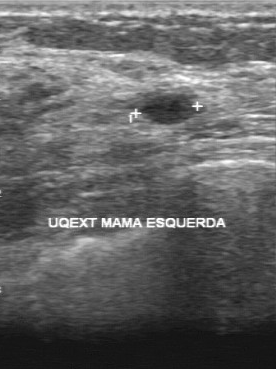
Modality: breast ultrasound scan. Scanner: GE Logiq 7 @10-14MHz.
(coordinates in a 276x369 pixel frame) The lesion occupies approximately top-left (142, 95), bottom-right (195, 125).